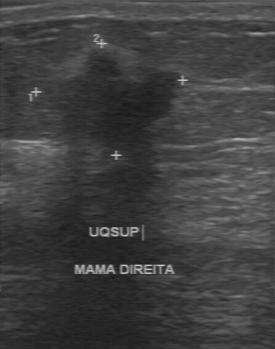
B-mode breast ultrasound.
Original-read BI-RADS category: 4. A second reader, independent of the original assessment, describes a hypoechoic lesion with an irregular margin; the boundary is unclear. There are no calcifications. Biopsy showed invasive ductal carcinoma, a malignant finding.